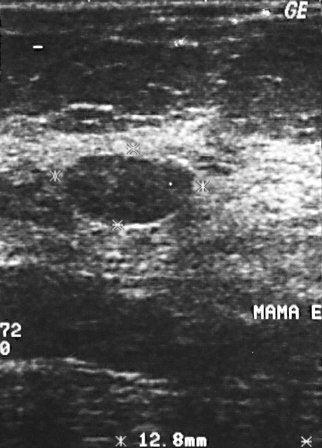
Imaging: breast US.
(coordinates in a 322x448 pixel frame) Lesion region of interest: top-left (67, 155), bottom-right (191, 224). BI-RADS 2.